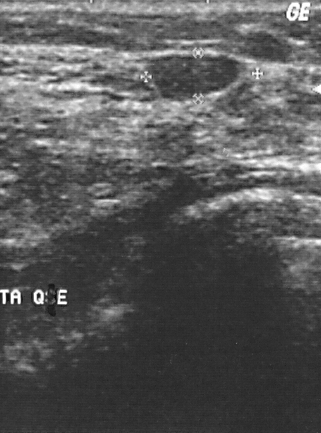
Imaging: breast ultrasound scan.
Confirmed outcome (biopsy or follow-up): benign. BI-RADS category: 2.